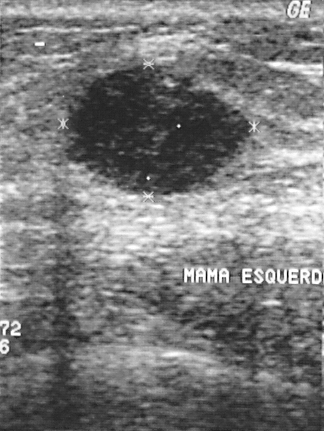
Breast ultrasound scan.
Coordinates are pixels in the 324x431 image. Lesion region of interest: [65, 65, 254, 197]. The breast lesion is malignant on biopsy or follow-up. BI-RADS 2.